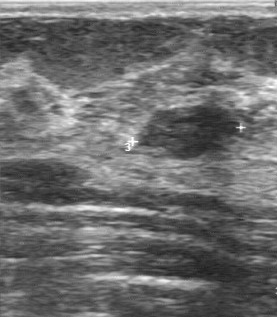
Imaging: breast ultrasound image.
The breast lesion is located within the bounding box top-left (137, 105), bottom-right (232, 157).